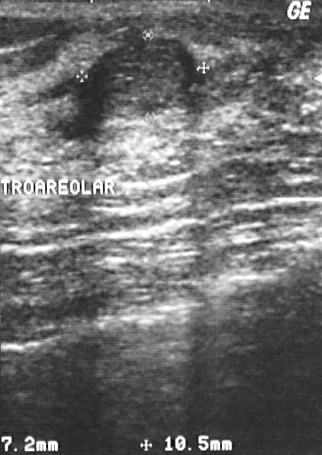
Modality: breast ultrasound.
The mass is located within the bounding box (79,41)-(194,118).